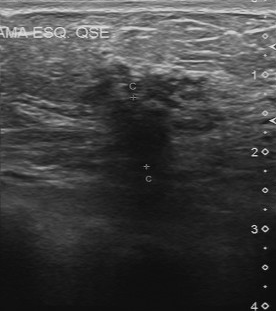
Imaging: breast ultrasound image. Acquired on Toshiba Aplio 300 @12-14 MHz.
Coordinates are pixels in the 276x311 image. The finding is located within the bounding box (99,97)-(175,167). The finding is malignant on biopsy or follow-up.